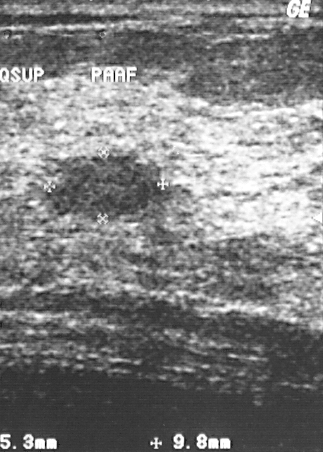
Imaging: breast sonogram. Scanner: GE Logiq 5 @10-12MHz.
This breast sonogram shows a mass, benign on biopsy or follow-up.